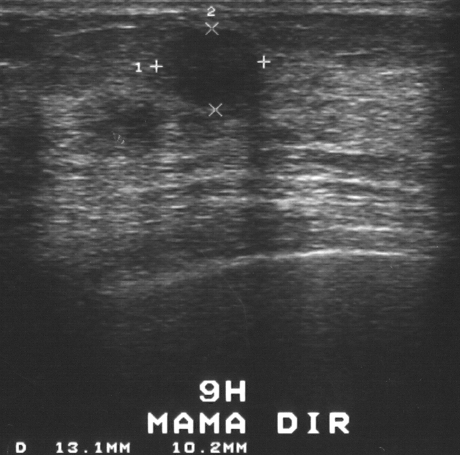
Imaging: breast US.
Histopathology: fibroadenoma. BI-RADS category: 2.
OUTCOME ON BIOPSY OR FOLLOW-UP: benign.